Scanner: GE Logiq 5 @10-12MHz. Imaging: breast ultrasound image.
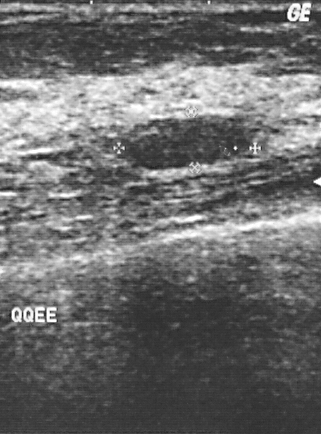
This breast ultrasound image shows a breast lesion. It was assessed as BI-RADS 2. Biopsy showed fibroadenoma, a benign finding.